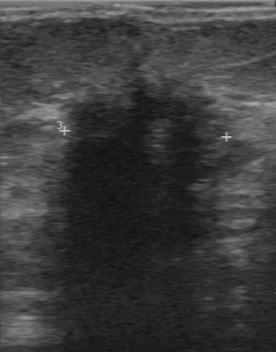
Imaging: breast ultrasound scan.
Breast ultrasound scan findings:
- BI-RADS: 4